Breast ultrasound.
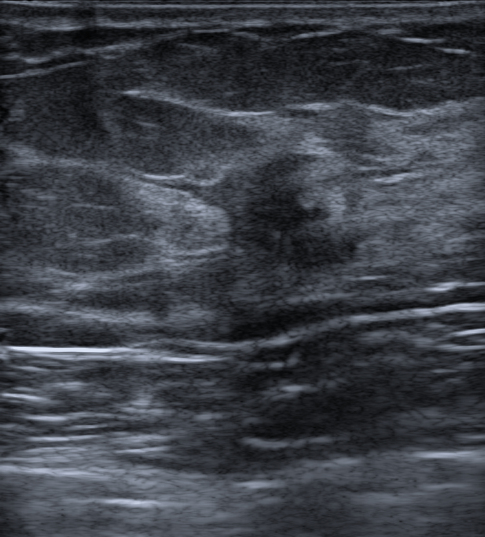
It has an irregular shape. Margins are not circumscribed, with spiculated and indistinct features. Echogenicity: hypoechoic. Posterior shadowing is present. There is no echogenic halo. Calcifications: in a mass. Skin thickening: none. The lesion is assessed as BI-RADS 4B. Biopsy or follow-up result: malignant. Radiologist's impression: Suspicion of malignancy; Dysplasia.